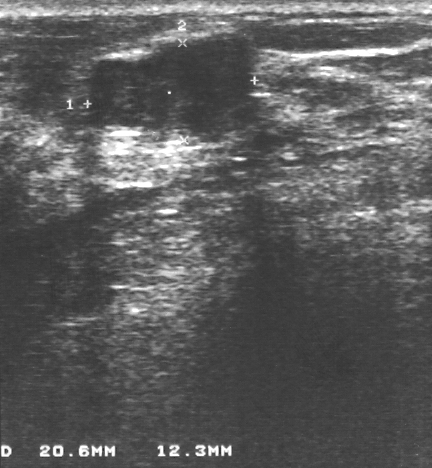
Modality: breast US.
FINDINGS: Breast US. BI-RADS assessment: 4. Histopathology: fibroadenoma. Outcome on biopsy or follow-up: benign.
OUTCOME ON BIOPSY OR FOLLOW-UP: benign.